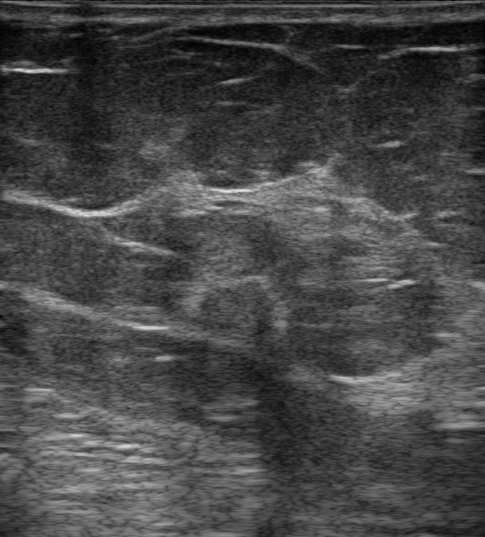
Breast ultrasound scan.
This breast ultrasound scan shows a finding, malignant on biopsy or follow-up. (BI-RADS category 5.)